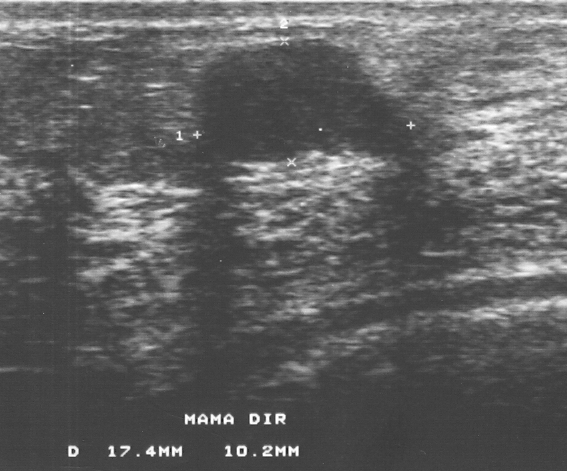
Modality: breast ultrasound.
Outcome on biopsy or follow-up: benign.
Biopsy showed fibroadenoma, a benign finding.
BI-RADS category 3.